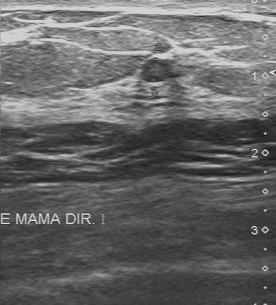
Breast US. Scanner: Toshiba Aplio 300 @12-14 MHz.
Pixel coordinates (x1, y1, x2, y2): Segment the breast lesion: bounding box 141 58 170 81. The breast lesion is benign on biopsy or follow-up. BI-RADS 3.